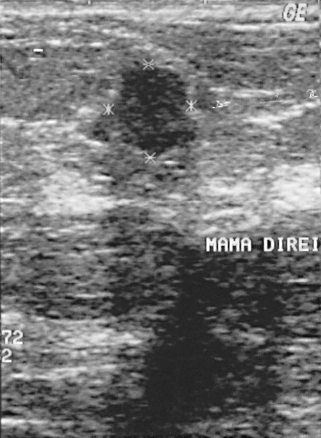
Imaging: B-mode breast ultrasound.
(coordinates in a 321x438 pixel frame) The mass occupies approximately [93, 62, 199, 158]. BI-RADS 4.